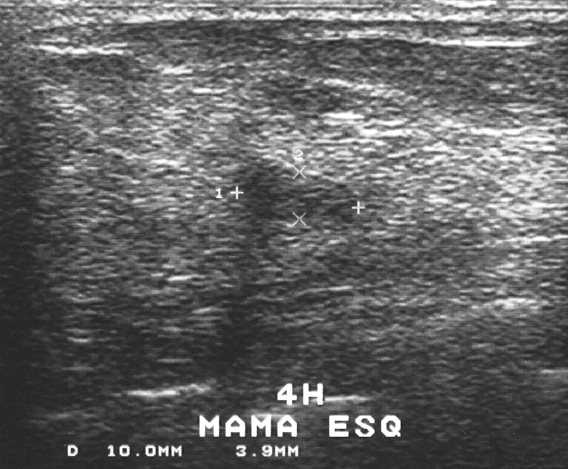
Imaging: breast US.
Pathology confirmed fibroadenoma. Assigned BI-RADS 2. Outcome on biopsy or follow-up: benign.